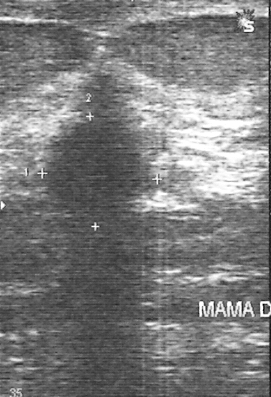
Modality: breast ultrasound scan.
Coordinates are pixels in the 271x397 image. The mass occupies approximately top-left (48, 72), bottom-right (159, 225). The mass is malignant on biopsy or follow-up.